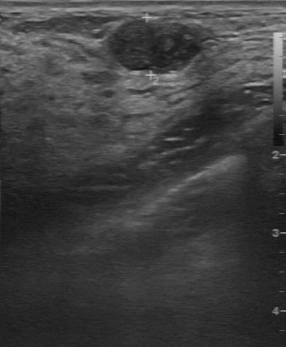
Imaging: breast US.
The breast lesion was categorized BI-RADS 3 in the original read. On a second, independent read, a breast lesion with a regular margin and a clear boundary is seen; it is slightly hypoechoic. Calcifications: none. Pathology confirmed benign cyst.